Modality: B-mode breast ultrasound. Acquired on Toshiba Aplio 300 @12-14 MHz.
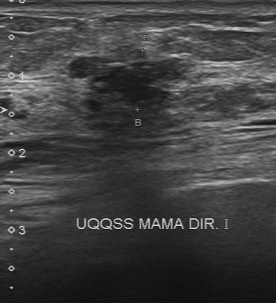
FINDINGS: B-mode breast ultrasound. Margin: irregular. Echo pattern: slightly hypoechoic. Calcifications: absent. Boundary: unclear. Confirmed outcome (biopsy or follow-up): malignant.